B-mode breast ultrasound. Acquired on GE Logiq 5 @10-12MHz.
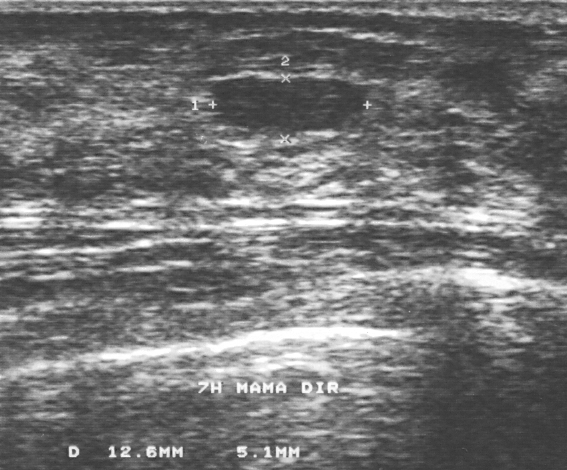
Pixel coordinates (x1, y1, x2, y2): Segment the mass: bounding box (214,78)-(360,130). The mass is benign on biopsy or follow-up. BI-RADS 3.